Imaging: breast sonogram.
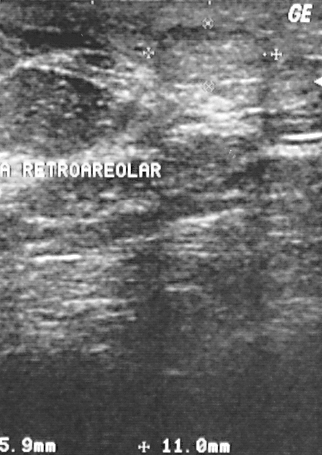
Lesion region of interest: (149, 25) to (277, 87). The breast lesion is benign on biopsy or follow-up.